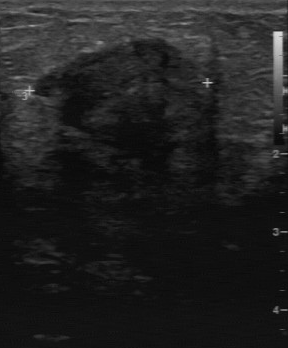
Modality: breast ultrasound scan.
The BI-RADS assessment is 4. Outcome on biopsy or follow-up: malignant.